Modality: breast ultrasound image.
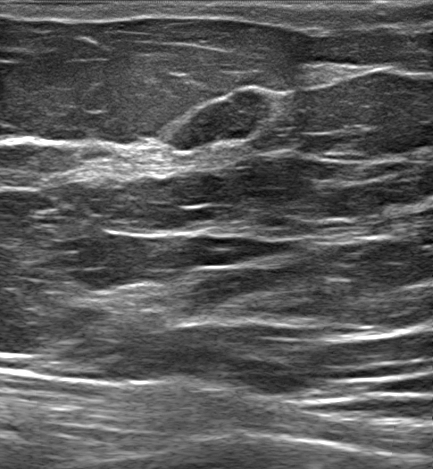
Findings: an oval mass of hypoechoic echotexture with a circumscribed margin. Posterior features: none. There is no echogenic halo. There is no skin thickening. BI-RADS assessment: 3; biopsy or follow-up result: benign.